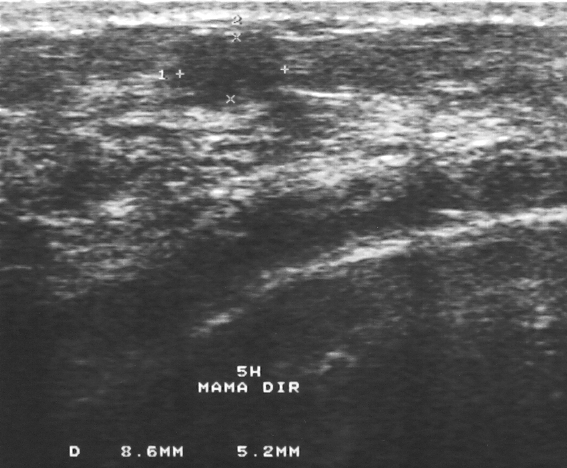
Breast US.
BI-RADS assessment is 3. The outcome on biopsy or follow-up is benign.